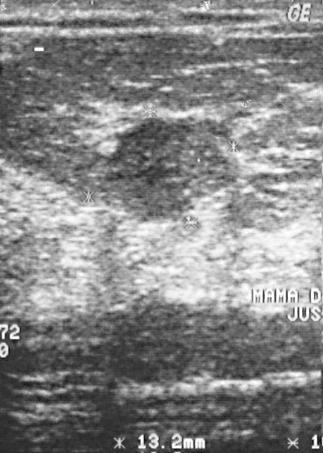
Modality: breast ultrasound image.
Finding: lesion, benign on biopsy or follow-up.